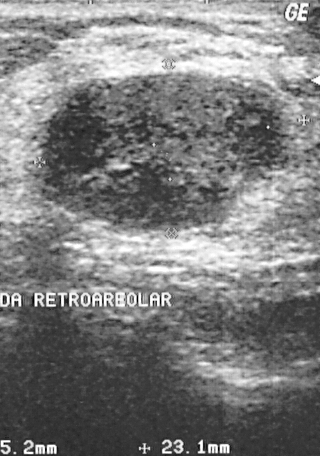
Acquired on GE Logiq 5 @10-12MHz. Modality: breast ultrasound.
Outcome on biopsy or follow-up: benign.